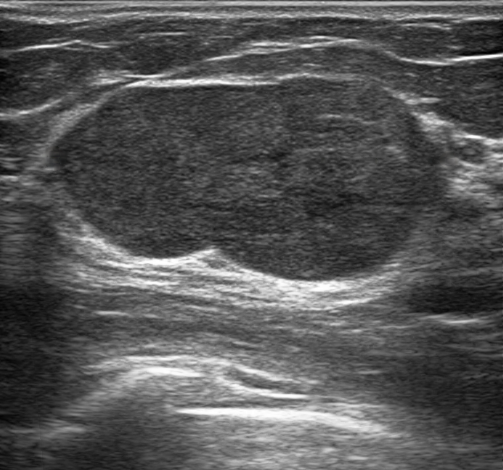
Imaging: breast sonogram.
The finding is oval and isoechoic; its margin is circumscribed. There is posterior acoustic enhancement. There is no skin thickening. BI-RADS assessment: 3; biopsy or follow-up result: benign. Radiologist's impression: Suspicion of malignancy; Fibroadenoma; Intraductal papilloma.